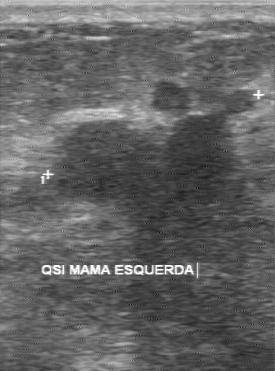
Imaging: B-mode breast ultrasound. Acquired on GE Logiq 7 @10-14MHz.
Lesion characteristics:
- histopathology: invasive ductal carcinoma
- BI-RADS category: 4